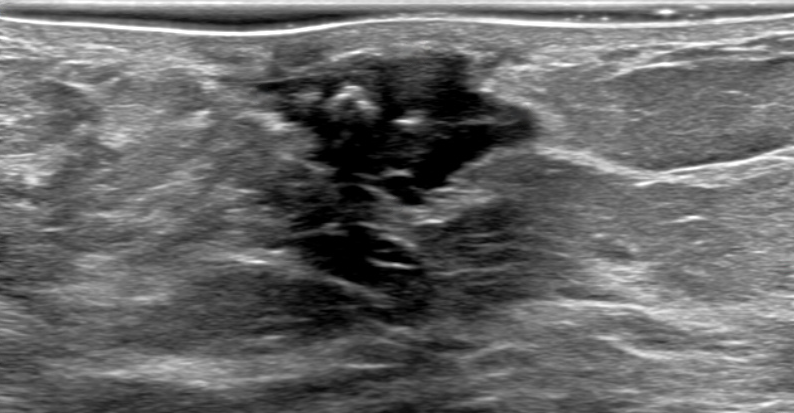
Modality: breast ultrasound image.
(coordinates in a 794x413 pixel frame) Segment the mass: bounding box (271,37)-(537,196).